Scanner: GE Logiq 7 @10-14MHz. Modality: breast ultrasound image.
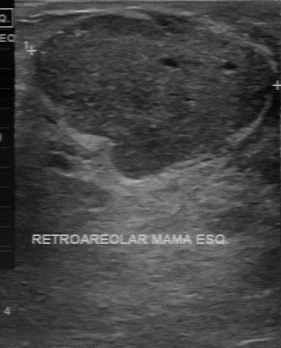
BI-RADS 3 in the original read; on a second read the margin is partially regular, the boundary fairly clear and the lesion mixed cystic and solid. No calcifications are seen. The biopsy result was fibroadenoma; the lesion is benign.